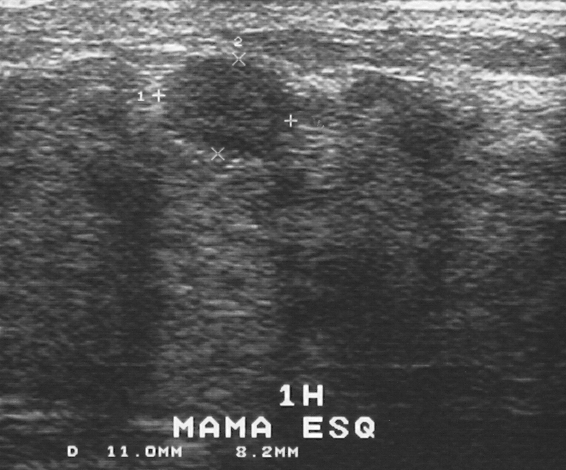
Imaging: breast ultrasound scan. Acquired on GE Logiq 5 @10-12MHz.
A breast lesion is seen. Assessment: BI-RADS 2. The biopsy result was fibroadenoma; the breast lesion is benign.